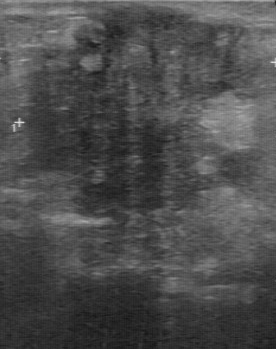
Imaging: breast US.
The lesion margin is irregular. BI-RADS (second read) is 4B. The biopsy or follow-up result is malignant.